Breast ultrasound image.
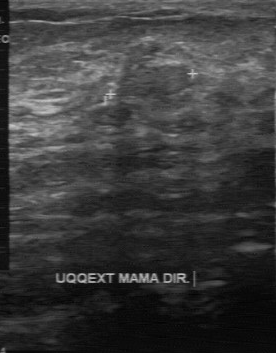
Lesion characteristics:
- echogenicity: isoechoic
- boundary: clear
- biopsy or follow-up result: benign
- calcifications: absent
- contour: regular